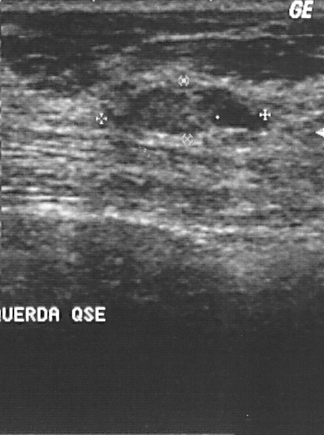
Modality: breast ultrasound image.
Histopathology: fibroadenoma. BI-RADS is 2.